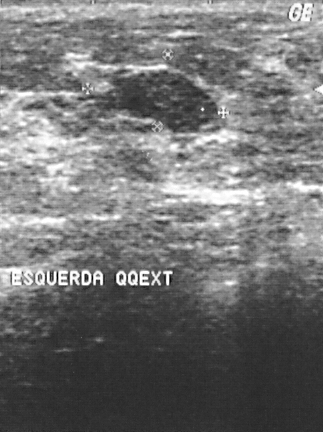
Imaging: breast US.
The finding is benign on biopsy or follow-up.